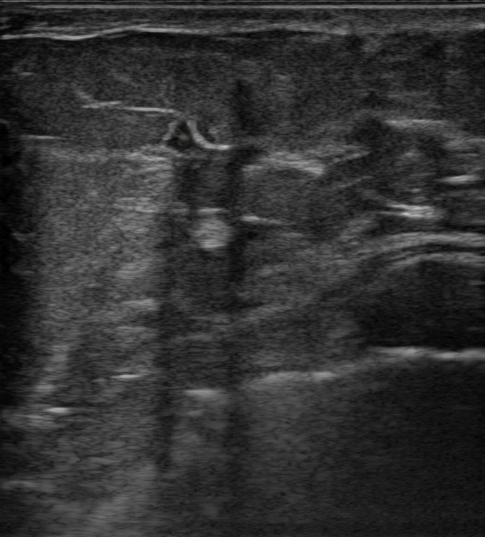
Breast ultrasound scan. Patient age: 43.
No skin thickening is seen. There is no echogenic halo. There are no posterior acoustic features. The finding is irregular in shape. Calcifications: none. Its echo pattern is hypoechoic. The finding has spiculated margins. BI-RADS category 4C.